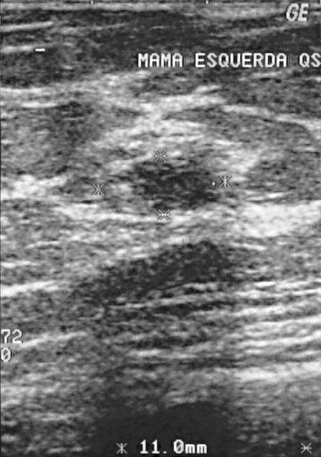
Imaging: breast US.
Segment the mass: bounding box (104, 157) to (219, 216). The mass is benign on biopsy or follow-up.